Breast sonogram.
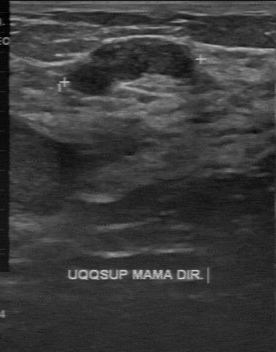
- biopsy or follow-up result: benign
- BI-RADS (first reader): 3
- BI-RADS on independent re-read: 3